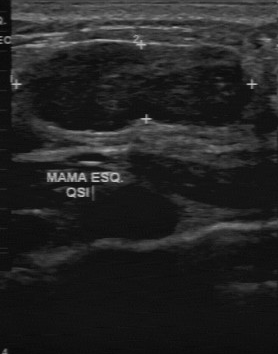
Modality: breast ultrasound scan.
Finding bounding box: (26, 43) to (254, 133). The finding is benign on biopsy or follow-up.